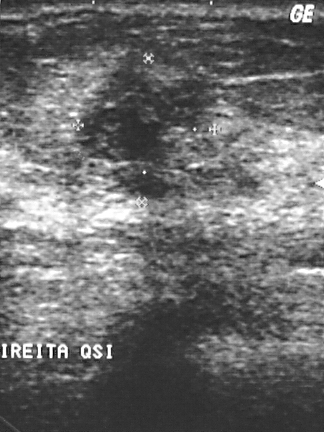
Imaging: breast ultrasound scan.
Coordinates are pixels in the 324x432 image. Segment the lesion: bounding box (72,49)-(229,199).